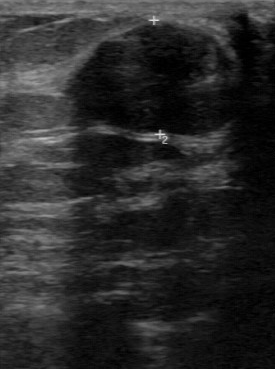
Modality: breast ultrasound image.
Histopathology: fibroadenoma. The BI-RADS is 3.